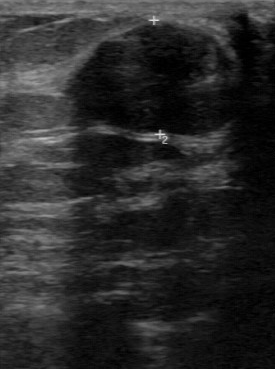
Modality: breast ultrasound.
Outcome on biopsy or follow-up: benign. (BI-RADS category 3.)